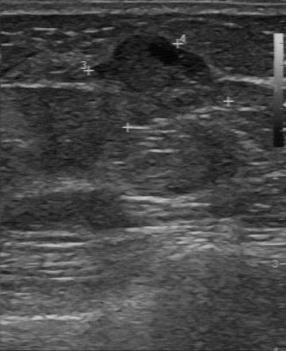
Modality: breast ultrasound scan.
Breast ultrasound scan findings:
- biopsy or follow-up result: malignant
- BI-RADS: 4